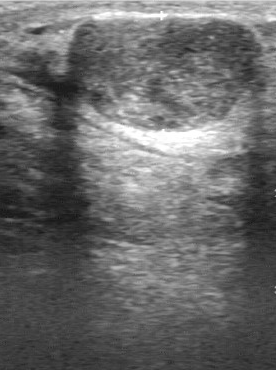
Acquired on GE Logiq 7 @10-14MHz. Imaging: breast ultrasound image.
Calcifications are absent. The BI-RADS on independent re-read is 3. BI-RADS (first reader): 4. Lesion boundary: clear. Confirmed outcome (biopsy or follow-up): benign.